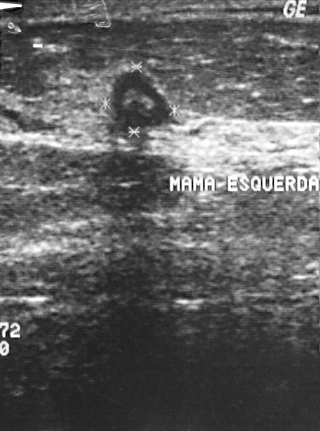
Breast ultrasound image.
Coordinates are pixels in the 320x431 image. Segment the finding: bounding box top-left (113, 70), bottom-right (166, 126). The finding is benign on biopsy or follow-up.